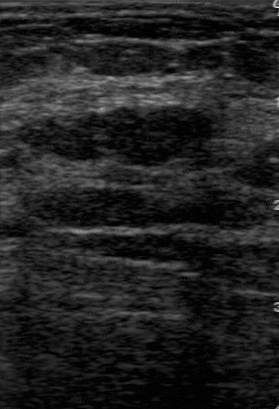
Modality: breast US.
Breast US findings:
- BI-RADS category: 3
- outcome on biopsy or follow-up: benign